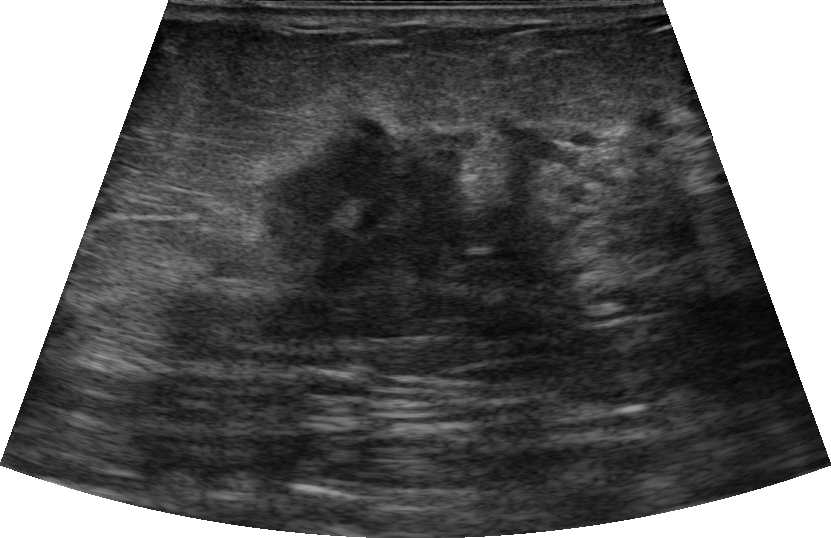
Patient age: 63. B-mode breast ultrasound.
Mass: malignant on biopsy or follow-up. (BI-RADS category 5.)